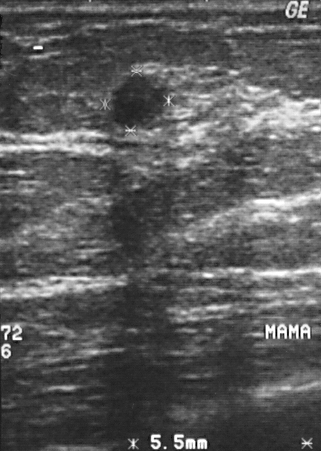
Breast ultrasound scan. Acquired on GE Logiq 5 @10-12MHz.
FINDINGS: Breast ultrasound scan. BI-RADS category: 2. Confirmed outcome (biopsy or follow-up): benign.
OUTCOME ON BIOPSY OR FOLLOW-UP: benign.